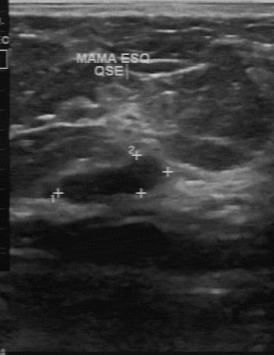
Imaging: breast ultrasound image. Scanner: GE Logiq 7 @10-14MHz.
BI-RADS on independent re-read: 3. The confirmed outcome (biopsy or follow-up) is benign.